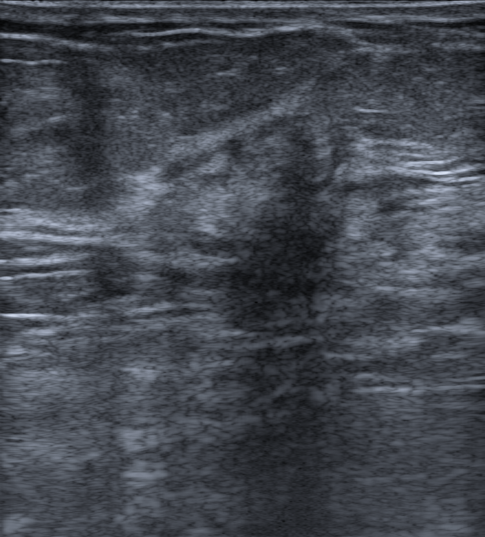
Modality: breast sonogram.
Pixel coordinates (x1, y1, x2, y2): Lesion region of interest: 148 125 358 342. The breast lesion is malignant on biopsy or follow-up.